Imaging: breast ultrasound. Background tissue composition: heterogeneous: predominantly fat. Patient age: 71.
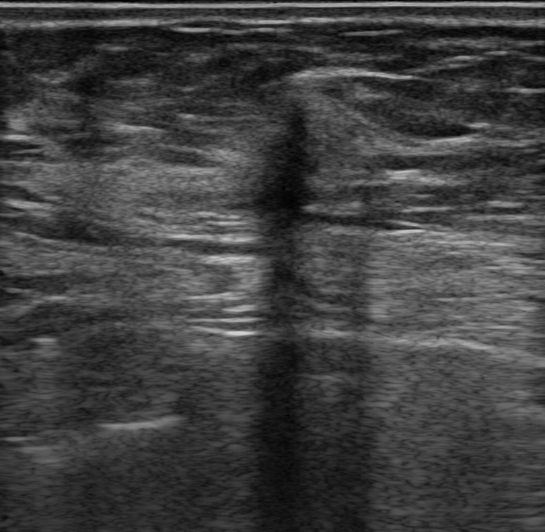
Findings: an irregular lesion of hypoechoic echotexture with non-circumscribed (indistinct) margins. There is posterior shadowing. There is no skin thickening. An echogenic halo is present. The lesion is categorized as BI-RADS 4C; on biopsy or follow-up it was malignant. Radiologic interpretation: Suspicion of malignancy.